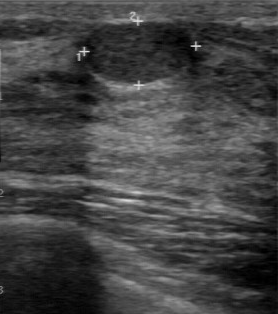
B-mode breast ultrasound.
Original-read BI-RADS category: 2. On a second read by an independent reader: Calcifications: none. Boundary: clear. The margin is regular. Echo pattern: hypoechoic. Biopsy showed fibroadenoma, a benign finding.